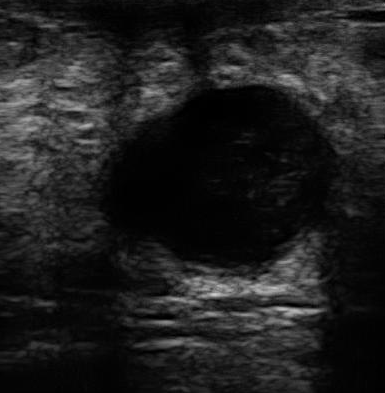
Scanner: U-Systems @10-14MHz. Breast ultrasound.
(coordinates in a 385x393 pixel frame) Segment the lesion: bounding box 98 84 344 272. The lesion is benign on biopsy or follow-up.